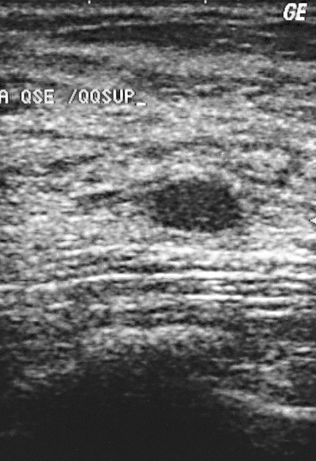
Modality: breast US.
Mass: benign on biopsy or follow-up.